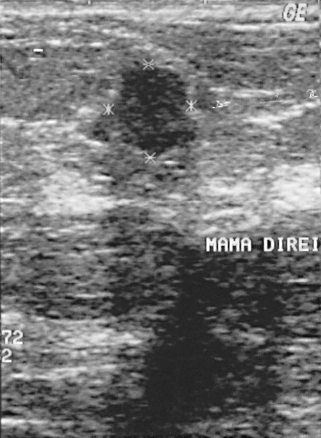
Imaging: breast US. Scanner: GE Logiq 5 @10-12MHz.
The breast lesion is benign on biopsy or follow-up. (BI-RADS category 4.)